B-mode breast ultrasound.
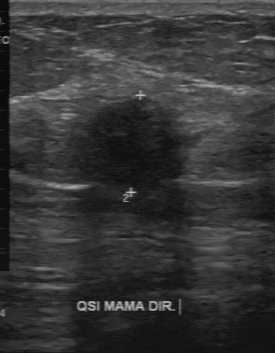
Second-reader BI-RADS: 4B. BI-RADS (first reader): 4. Outcome on biopsy or follow-up: malignant.